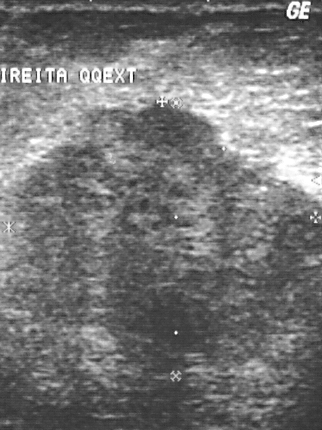
Acquired on GE Logiq 5 @10-12MHz. Imaging: breast ultrasound scan.
Biopsy showed invasive ductal carcinoma, a malignant finding. Outcome on biopsy or follow-up: malignant. Assigned BI-RADS 5.